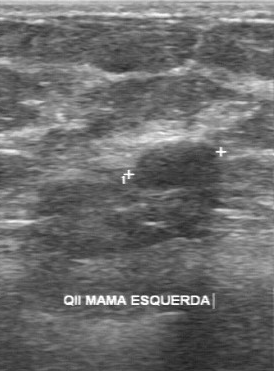
Imaging: breast US. Acquired on GE Logiq 7 @10-14MHz.
Coordinates are pixels in the 274x371 image. Breast lesion bounding box: (133,141)-(221,191).